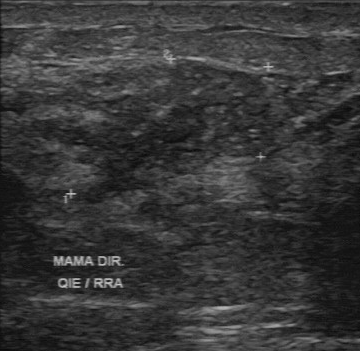
B-mode breast ultrasound.
Coordinates are pixels in the 360x351 image. The lesion occupies approximately [36, 59, 279, 197]. The lesion is malignant on biopsy or follow-up.